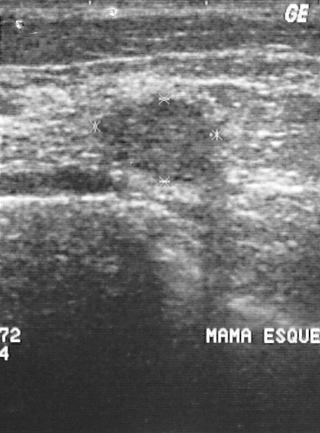
Breast ultrasound scan.
Coordinates are pixels in the 320x433 image. The finding occupies approximately (92,97)-(216,181). BI-RADS 3.